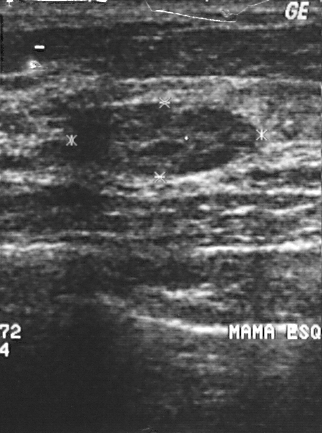
Modality: breast ultrasound.
Outcome on biopsy or follow-up: benign. (BI-RADS category 2.)